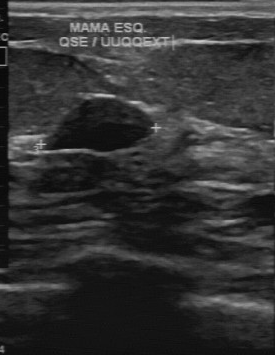
Breast US. Acquired on GE Logiq 7 @10-14MHz.
A mass is seen with regular lesion margin, calcifications: absent, BI-RADS (second read): 3, biopsy result: fibroadenoma.